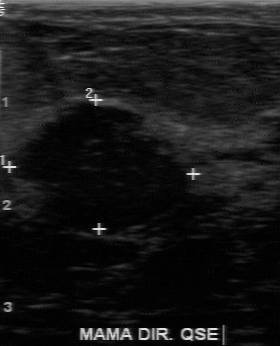
Imaging: B-mode breast ultrasound.
Outcome on biopsy or follow-up: benign. (BI-RADS category 3.)